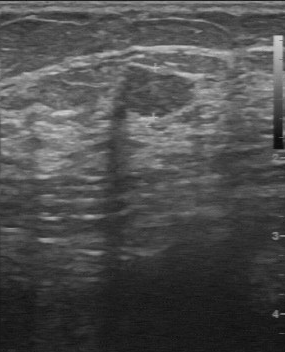
Breast sonogram. Scanner: GE Logiq 7 @10-14MHz.
Original-read BI-RADS category: 4. A second reader, independent of the original assessment, describes a slightly hypoechoic lesion with a regular margin; the boundary is clear. Pathology confirmed benign fibroadenoma.